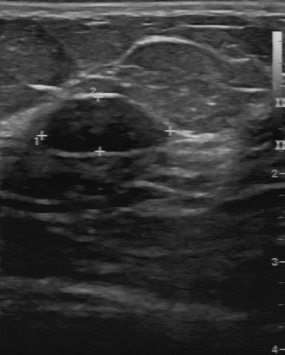
Breast sonogram.
Breast lesion: benign on biopsy or follow-up. BI-RADS 3.